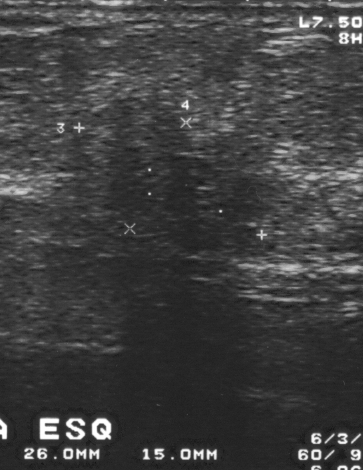
Imaging: breast ultrasound. Acquired on GE Logiq 5 @10-12MHz.
The BI-RADS assessment is 4.